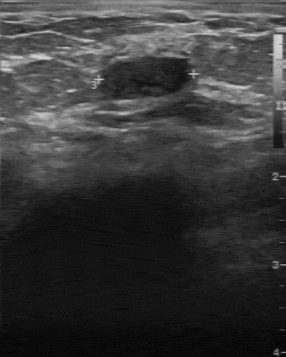
B-mode breast ultrasound.
Echogenicity: slightly hypoechoic. Outcome on biopsy or follow-up: benign. Contour: regular. The lesion boundary is clear. The biopsy result is cyst. Calcifications are absent.